Breast ultrasound.
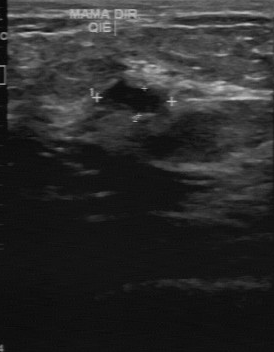
BI-RADS 3 in the original read. A second reader, independent of the original assessment, describes a hypoechoic mass with a partially regular margin; the boundary is fairly clear. Biopsy showed cyst, a benign finding.